Modality: breast ultrasound image.
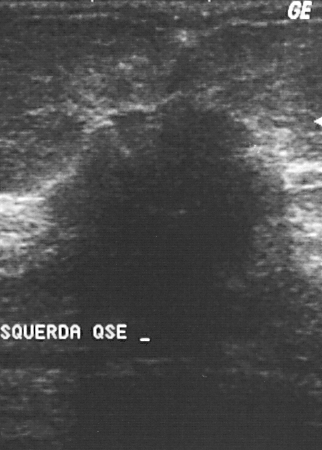
Biopsy result: invasive ductal carcinoma. BI-RADS: 5.